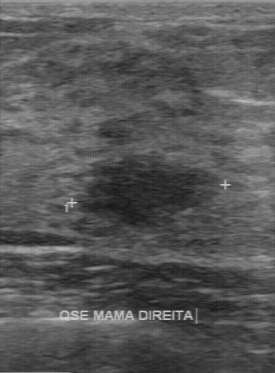
Acquired on GE Logiq 7 @10-14MHz. Modality: breast ultrasound.
BI-RADS 4 in the original read. Descriptors from an independent second read (not the reader who assigned the category): The breast lesion has a regular margin. Its boundary is fairly clear. The breast lesion is hypoechoic. There are no calcifications. Histopathology: fibroadenoma (benign).